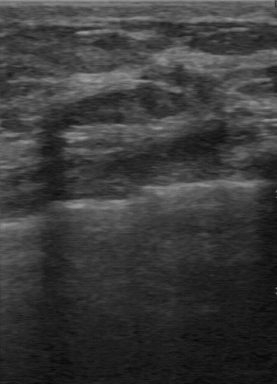
Imaging: B-mode breast ultrasound.
The contour is regular. No calcifications are seen. Histopathology is lipoma. Lesion boundary is clear. Echo pattern is hypoechoic.